Scanner: GE Logiq 7 @10-14MHz. Modality: breast ultrasound image.
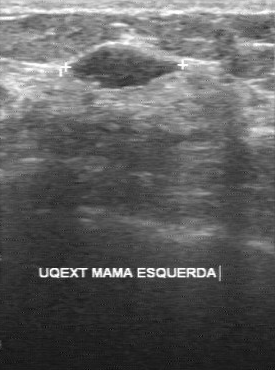
Outcome on biopsy or follow-up is benign. Histopathology: fibroadenoma. BI-RADS: 3.